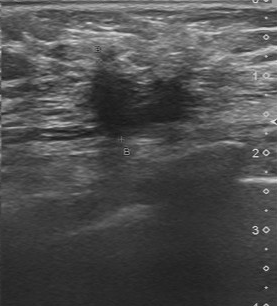
Modality: breast ultrasound scan.
Coordinates are pixels in the 277x306 image. The mass is located within the bounding box top-left (75, 58), bottom-right (202, 139).